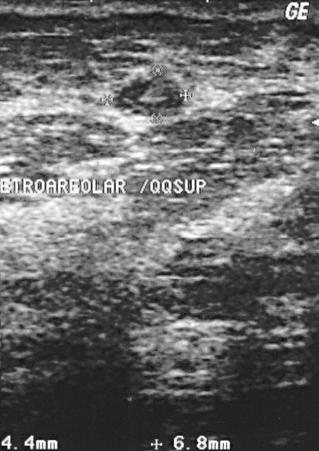
Breast sonogram.
A breast lesion is present on this breast sonogram. BI-RADS category 2. Histopathology: proliferative lesions (benign).